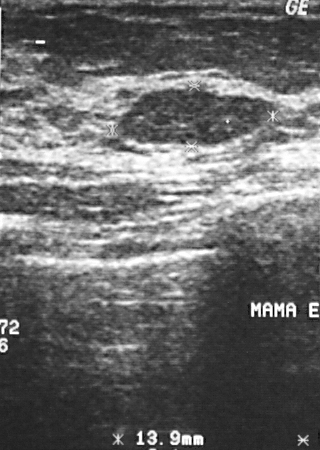
Breast ultrasound.
Coordinates are pixels in the 320x450 image. The mass occupies approximately 117 90 273 145.